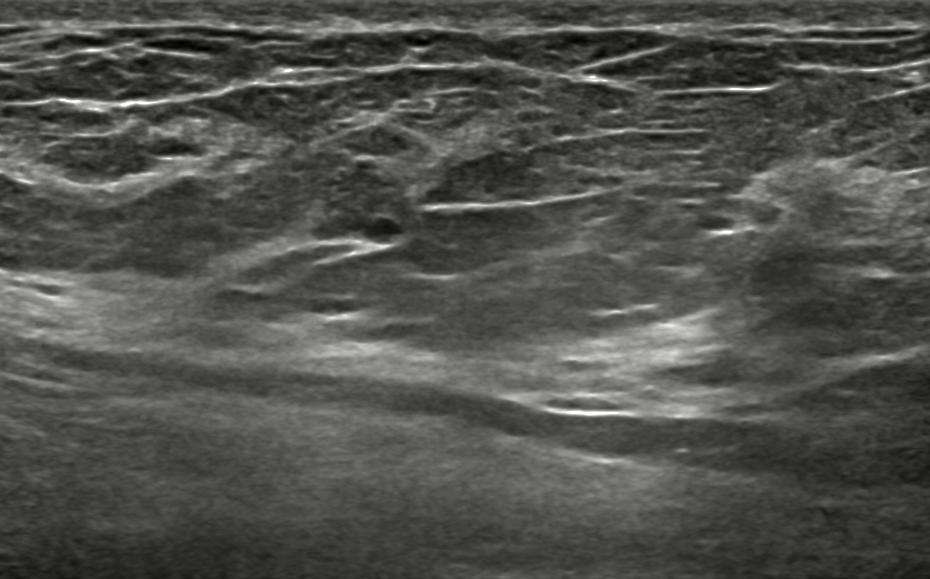
Modality: breast ultrasound scan.
Pixel coordinates (x1, y1, x2, y2): The finding occupies approximately [307, 152, 423, 247]. The finding is benign on biopsy or follow-up.